Imaging: breast US.
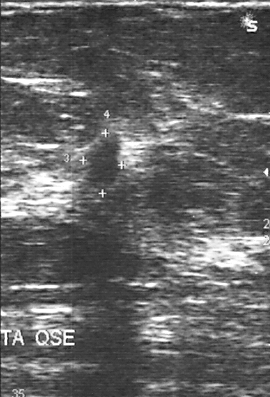
A breast lesion is seen with BI-RADS: 4.